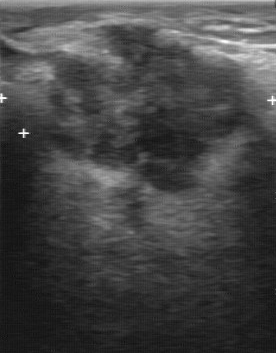
Modality: breast ultrasound scan.
Coordinates are pixels in the 276x353 image. The lesion occupies approximately 36 22 249 191. The lesion is malignant on biopsy or follow-up.